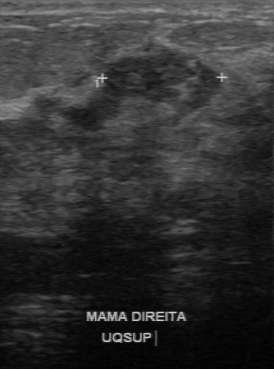
Modality: breast US.
The lesion occupies approximately top-left (98, 50), bottom-right (223, 116). The lesion is malignant on biopsy or follow-up.